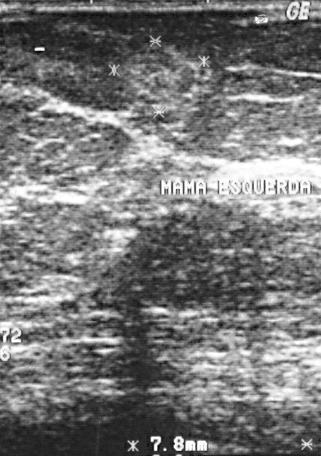
Imaging: breast sonogram. Scanner: GE Logiq 5 @10-12MHz.
Mass: benign on biopsy or follow-up. BI-RADS 2.